B-mode breast ultrasound. Acquired on GE Logiq 7 @10-14MHz.
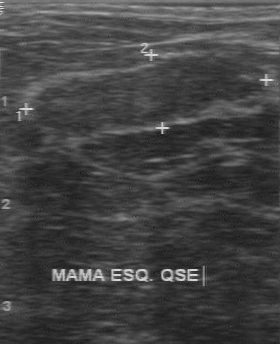
Pixel coordinates (x1, y1, x2, y2): Mass bounding box: (34,56)-(258,139).